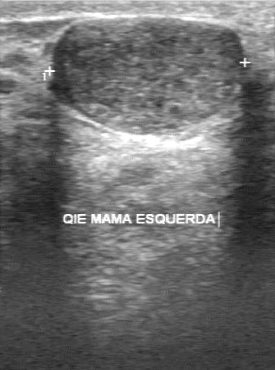
Modality: breast ultrasound.
BI-RADS 4 in the original read; on a second read the margin is regular, the boundary clear and the lesion hypoechoic. Calcifications: none. The biopsy result was fibroadenoma; the lesion is benign.